Breast US.
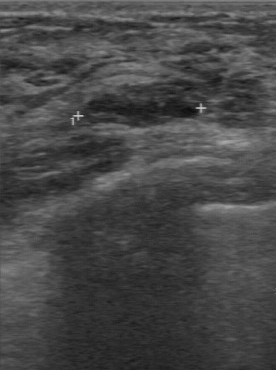
Echogenicity is hypoechoic. Lesion margin is regular. Boundary: clear. Calcifications are absent.